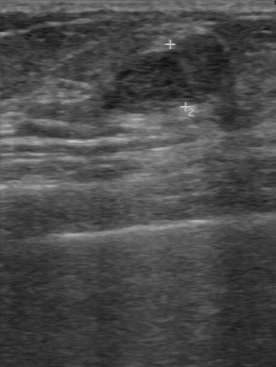
Acquired on GE Logiq 7 @10-14MHz. Modality: breast US.
The mass occupies approximately x1=105, y1=35, x2=228, y2=116. The mass is benign on biopsy or follow-up. BI-RADS 3.